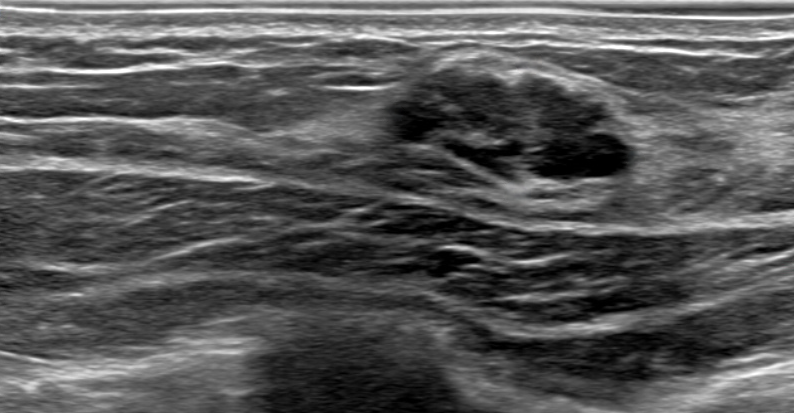
Imaging: breast US. Background echotexture is heterogeneous: predominantly fibroglandular.
The breast lesion is irregular in shape. The breast lesion has microlobulated margins. Internally the breast lesion is heterogeneous. No posterior acoustic features are seen. Echogenic halo: absent. No calcifications are seen. Skin thickening: none. Biopsy confirmed fibroadenoma. Radiologist's impression: Dysplasia; Fibroadenoma. BI-RADS assessment: 4B. Biopsy or follow-up result: benign.